Imaging: breast US.
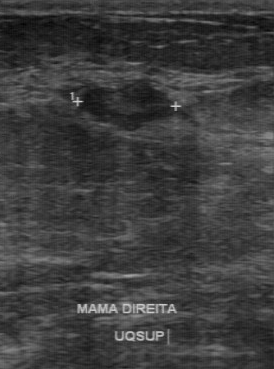
(coordinates in a 274x369 pixel frame) Segment the lesion: bounding box 82 82 174 130. The lesion is benign on biopsy or follow-up.